Imaging: breast ultrasound image.
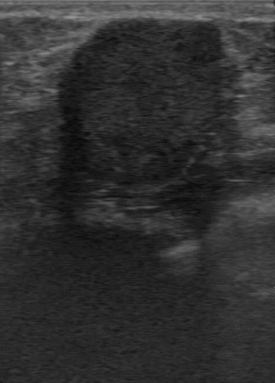
Internal echoes: hypoechoic. Margin is regular. The lesion boundary is clear. Pathology: mastitis. No calcifications are seen.